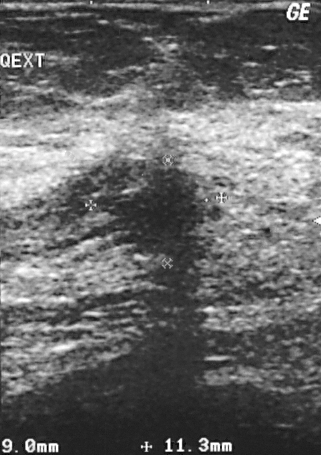
Modality: breast ultrasound scan.
Finding: mass, malignant on biopsy or follow-up. (BI-RADS category 5.)